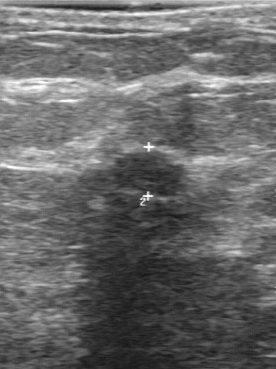
Imaging: B-mode breast ultrasound.
The BI-RADS category is 4. The outcome on biopsy or follow-up is benign.